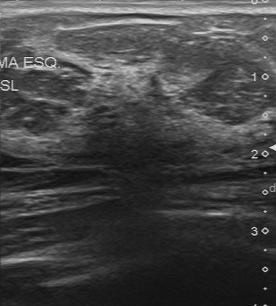
Modality: B-mode breast ultrasound.
The finding demonstrates irregular margin, unclear boundary, biopsy result: fibrocystic changes, calcifications: absent, heterogeneous echo pattern.